Imaging: breast ultrasound scan. Scanner: GE Logiq 7 @10-14MHz.
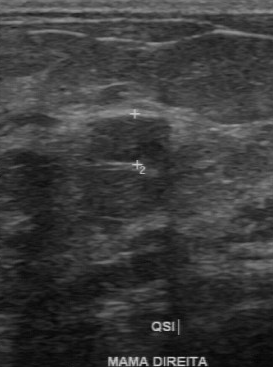
(coordinates in a 273x367 pixel frame) Segment the finding: bounding box (88, 114) to (171, 161). The finding is benign on biopsy or follow-up. BI-RADS 2.